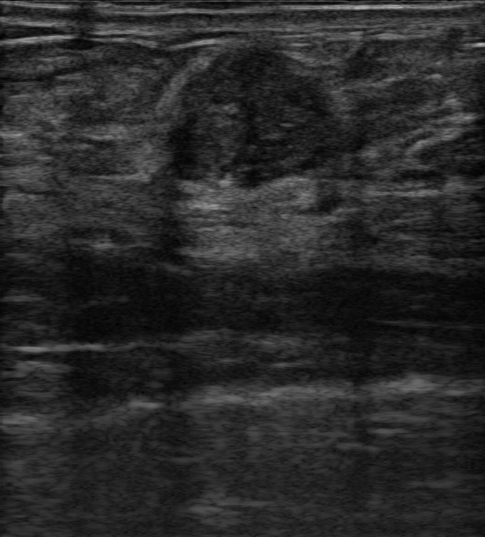
Modality: breast ultrasound image. Background tissue composition: homogeneous: fibroglandular.
Findings: a round lesion of hypoechoic echotexture with a circumscribed margin. There are combined posterior features. The lesion is categorized as BI-RADS 4B; on biopsy or follow-up it was benign. Radiologic interpretation: Suspicion of malignancy; Fibroadenoma; Intraductal papilloma.